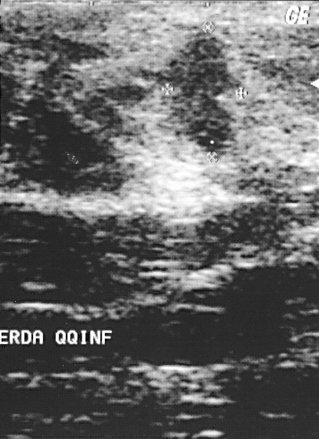
Modality: breast ultrasound image.
- BI-RADS: 4